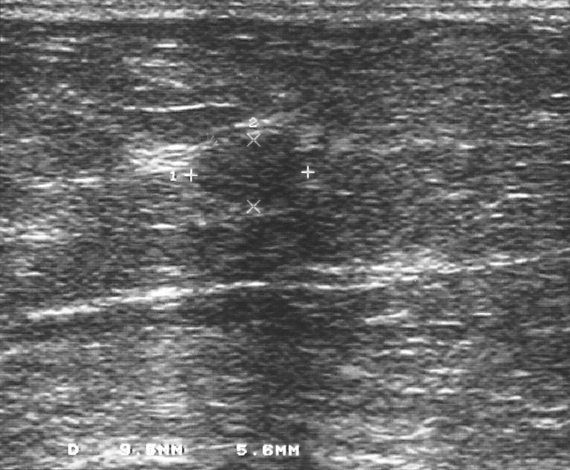
Imaging: breast US.
A mass is seen with outcome on biopsy or follow-up: benign, BI-RADS category: 3, pathology: fibroadenoma.